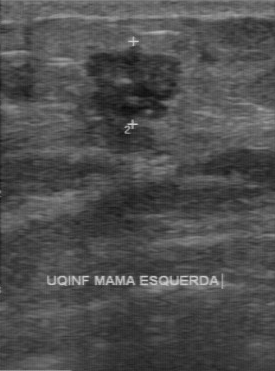
Imaging: breast ultrasound.
Biopsy or follow-up result: malignant.